B-mode breast ultrasound. Scanner: GE Logiq 7 @10-14MHz.
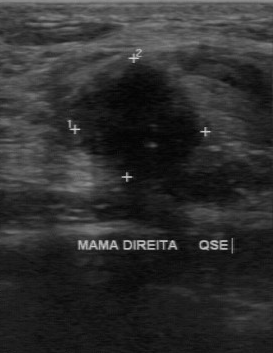
- second-reader BI-RADS: 4C
- calcifications: none
- echo pattern: hypoechoic
- original BI-RADS: 4
- lesion boundary: unclear